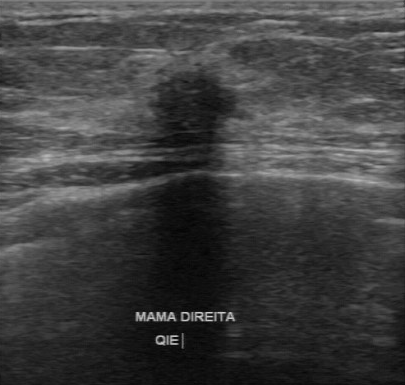
Scanner: GE Logiq 7 @10-14MHz. Modality: breast ultrasound image.
BI-RADS 4 in the original read. Findings on the second read (an independent reader): a hypoechoic finding, margin irregular, boundary unclear. Pathology confirmed malignant invasive lobular carcinoma.